Modality: B-mode breast ultrasound.
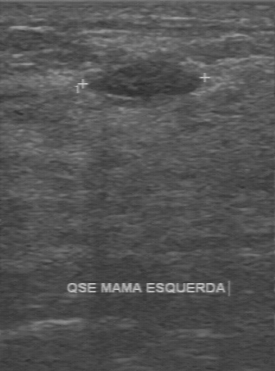
BI-RADS 2 in the original read; on a second read the margin is regular, the boundary clear and the lesion hypoechoic. Histopathology: fibroadenoma (benign).